Modality: breast US.
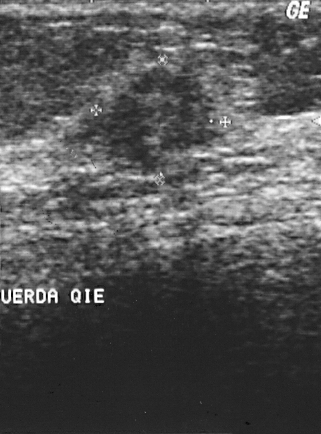
The breast lesion demonstrates outcome on biopsy or follow-up: malignant, BI-RADS: 4.